Imaging: breast sonogram. Acquired on GE Logiq 5 @10-12MHz.
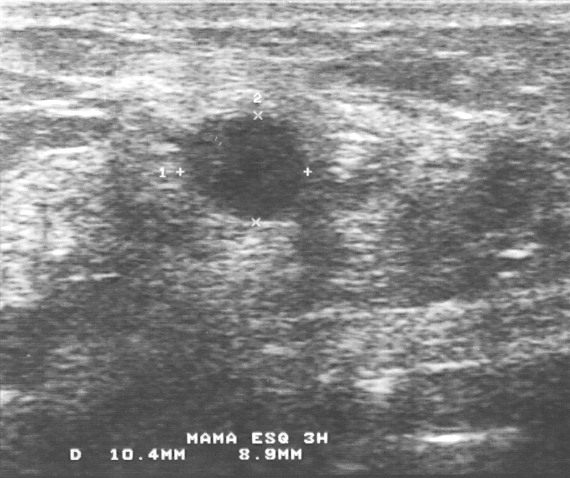
Biopsy showed invasive ductal carcinoma, a malignant finding. Assigned BI-RADS 3.